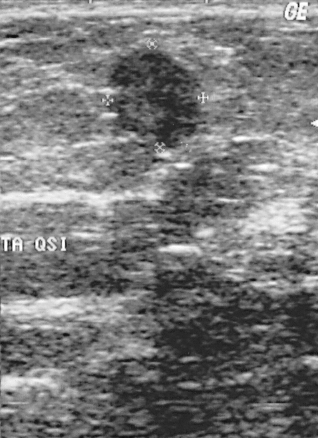
Acquired on GE Logiq 5 @10-12MHz. Breast ultrasound.
This finding proved benign on biopsy or follow-up. Assigned BI-RADS 4. The biopsy result was fibroadenoma.